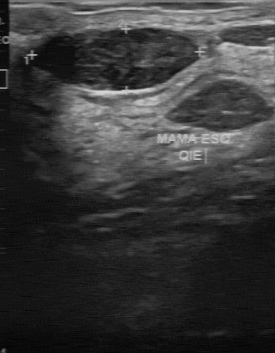
Imaging: breast US.
FINDINGS: Breast US. BI-RADS category: 2.
OUTCOME ON BIOPSY OR FOLLOW-UP: benign.